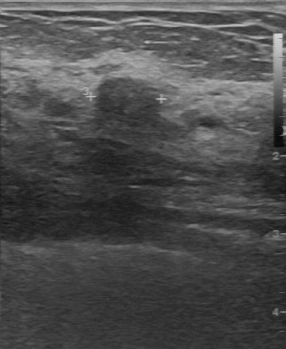
Modality: breast ultrasound image.
The original reader assigned BI-RADS 3.
On a second read by an independent reader:
Margin: partially regular.
Boundary: fairly clear.
The mass is slightly hypoechoic.
There are no calcifications.
The biopsy result was cyst; the mass is benign.